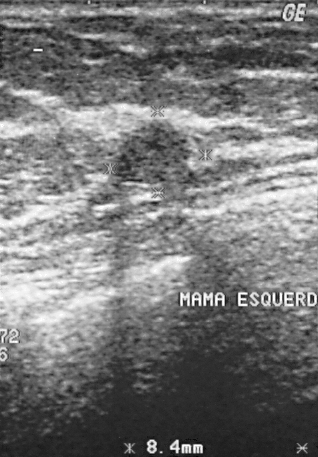
Imaging: breast ultrasound scan.
Biopsy or follow-up result: benign. BI-RADS category 2. Biopsy showed fibroadenoma, a benign finding.